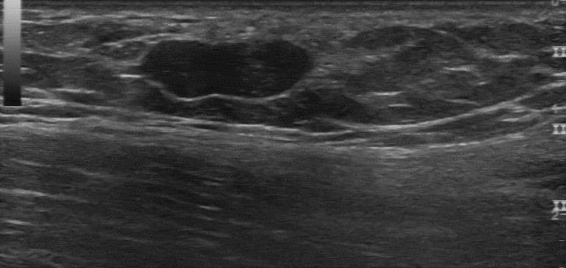
Modality: breast sonogram. Scanner: GE Logiq 7 @10-14MHz.
Lesion characteristics:
- lesion boundary: clear
- histopathology: fibroadenoma
- contour: regular
- calcifications: none
- internal echoes: hypoechoic